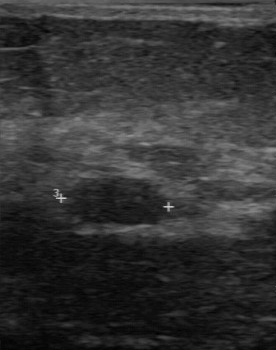
Imaging: breast ultrasound.
A breast lesion is seen with BI-RADS: 3.